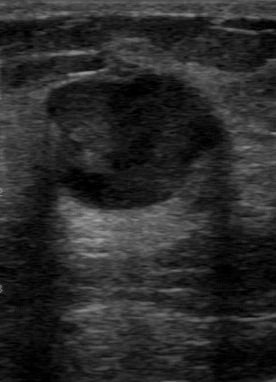
Acquired on GE Logiq 7 @10-14MHz. Breast US.
The mass was assessed as BI-RADS 4 by the original reader. A second reader, independent of the original assessment, describes a mixed cystic and solid mass with a partially regular margin; the boundary is fairly clear. Pathology confirmed benign intraductal papilloma.